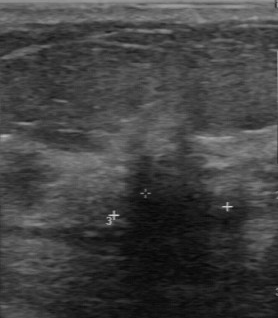
Breast ultrasound image. Acquired on GE Logiq 7 @10-14MHz.
BI-RADS 4 in the original read. On a second, independent read, a mass with an irregular margin and an unclear boundary is seen; it is hypoechoic. There are no calcifications. Biopsy showed invasive ductal carcinoma, a malignant finding.